Modality: breast ultrasound scan. Scanner: GE Logiq 7 @10-14MHz.
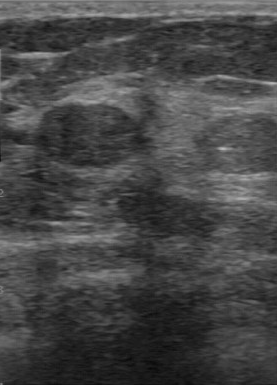
FINDINGS: Breast ultrasound scan. BI-RADS assessment: 2. Biopsy result: fibroadenoma.
OUTCOME ON BIOPSY OR FOLLOW-UP: benign.